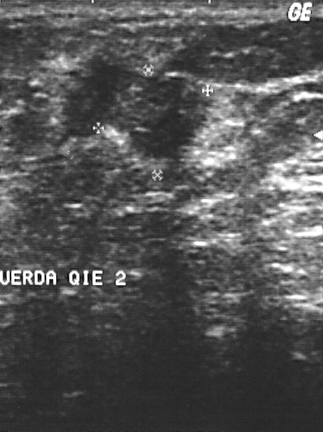
Breast ultrasound scan.
Breast ultrasound scan findings:
- confirmed outcome (biopsy or follow-up): malignant
- BI-RADS: 4